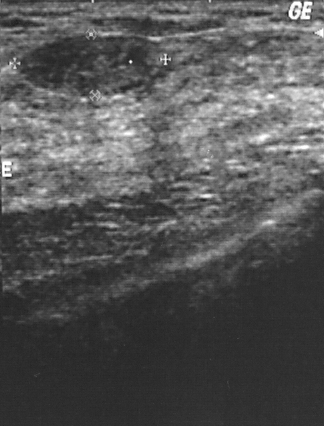
B-mode breast ultrasound.
This B-mode breast ultrasound shows a lesion. It was assessed as BI-RADS 2. Biopsy showed fibroadenoma, a benign finding.